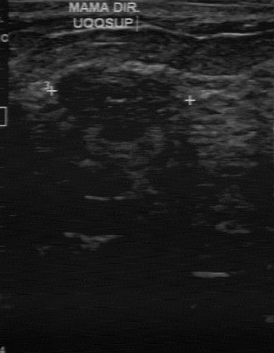
Breast US.
The finding was assessed as BI-RADS 3 by the original reader. Descriptors from an independent second read (not the reader who assigned the category): Boundary: somewhat unclear. Internally the finding is slightly hypoechoic. The finding has a partially regular margin. Calcifications: none. Biopsy showed fibroadenoma, a benign finding.